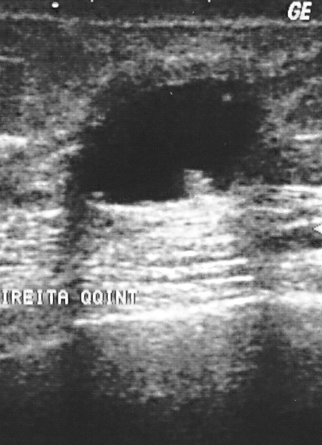
Breast US.
Biopsy or follow-up result: benign. BI-RADS category 4. Histopathology: cyst (benign).